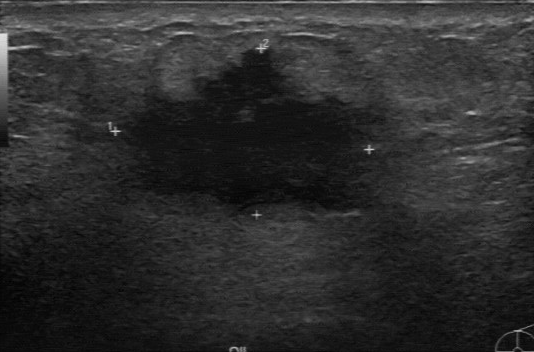
Imaging: B-mode breast ultrasound.
Finding: lesion, malignant on biopsy or follow-up.